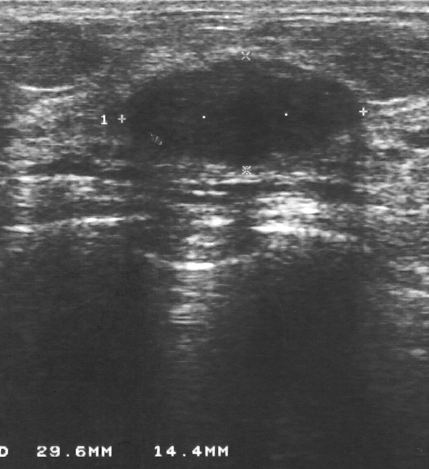
Modality: breast US.
A breast lesion is present on this breast US. BI-RADS category 3. Biopsy showed fibroadenoma, a benign finding.